Imaging: breast ultrasound scan. 50-year-old patient.
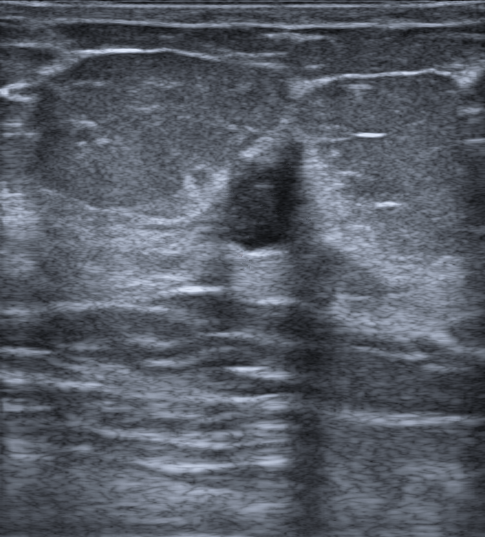
Findings: an irregular mass of hypoechoic echotexture with non-circumscribed (microlobulated and indistinct) margins. Posterior features: none. No echogenic halo is seen. BI-RADS assessment: 4B; biopsy or follow-up result: benign.